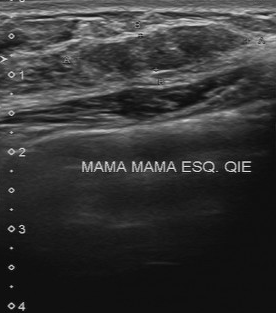
Breast ultrasound.
Original-read BI-RADS category: 3. A second, independent read describes the breast lesion as follows. The breast lesion is slightly hypoechoic. There are no calcifications. The lesion boundary is clear. The margin is regular. Histopathology: fibroadenoma (benign).